Breast ultrasound scan.
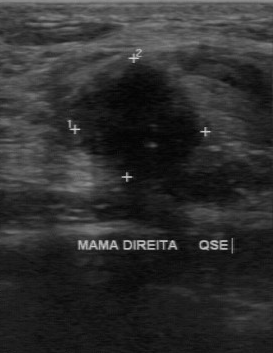
BI-RADS assessment is 4.